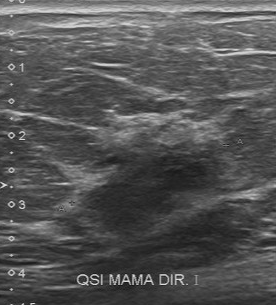
Imaging: breast ultrasound image.
Breast ultrasound image findings:
- echogenicity: slightly hypoechoic
- calcifications: none
- lesion boundary: unclear
- lesion margin: irregular